Acquired on GE Logiq 7 @10-14MHz. Imaging: breast ultrasound.
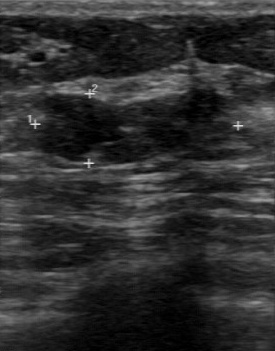
Internal echoes: hypoechoic. Lesion margin: regular. No calcifications are seen. Lesion boundary is fairly clear.